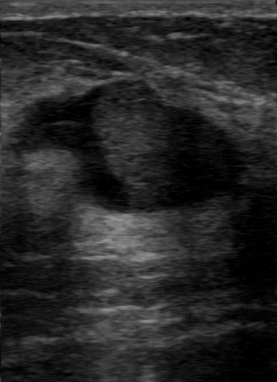
Imaging: B-mode breast ultrasound.
Biopsy or follow-up result: benign.